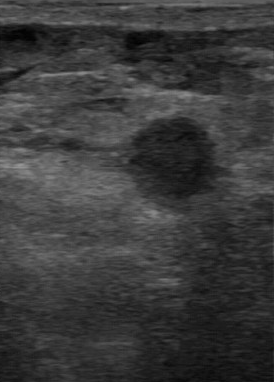
Imaging: breast sonogram. Scanner: GE Logiq 7 @10-14MHz.
FINDINGS: Second-reader BI-RADS: 4A. Lesion boundary: fairly clear. Contour: partially regular. Original BI-RADS: 4. Echogenicity: hypoechoic.
OUTCOME ON BIOPSY OR FOLLOW-UP: malignant.